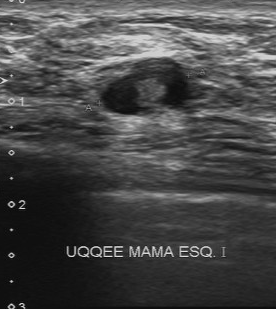
Breast sonogram.
(coordinates in a 276x309 pixel frame) Segment the finding: bounding box (101, 58) to (190, 114).